Imaging: breast ultrasound.
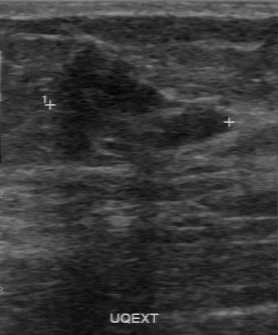
A finding is seen with clear lesion boundary, irregular lesion margin, heterogeneous internal echoes, calcifications: none, outcome on biopsy or follow-up: benign.